Modality: breast US.
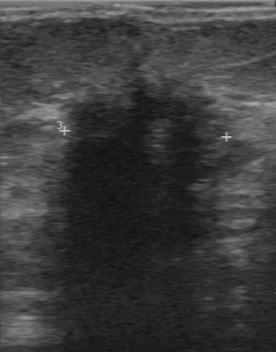
BI-RADS (first reader): 4. BI-RADS on independent re-read: 4C.